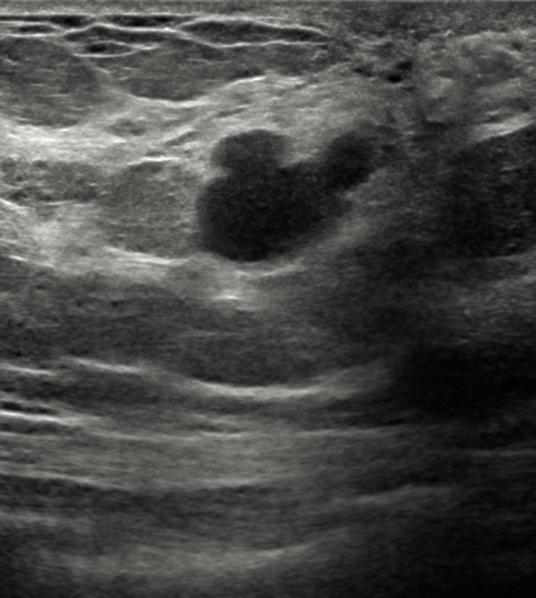
Patient age: 45. Modality: breast ultrasound scan.
The breast lesion occupies approximately (198, 127) to (377, 261).